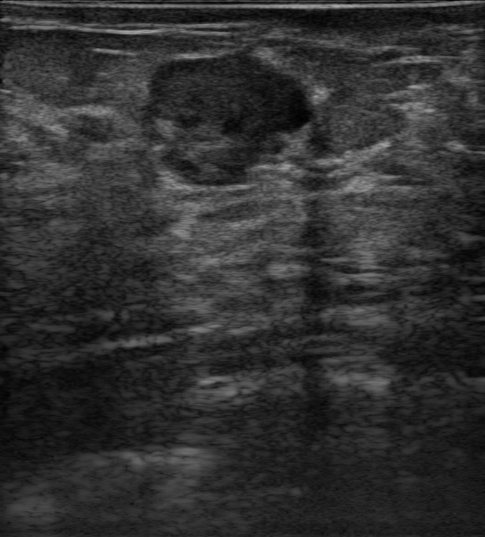
Background echotexture is heterogeneous: predominantly fibroglandular. Imaging: breast ultrasound scan.
A round, hypoechoic breast lesion with non-circumscribed (microlobulated) margins is seen. No posterior acoustic features are seen. Skin thickening: none. There are no calcifications. BI-RADS 4B; benign on biopsy or follow-up. Radiologic interpretation: Suspicion of malignancy; Dysplasia; Fibroadenoma; Intraductal papilloma; Phyllodes tumor. Biopsy confirmed benign mammary dysplasia and usual ductal hyperplasia (UDH).